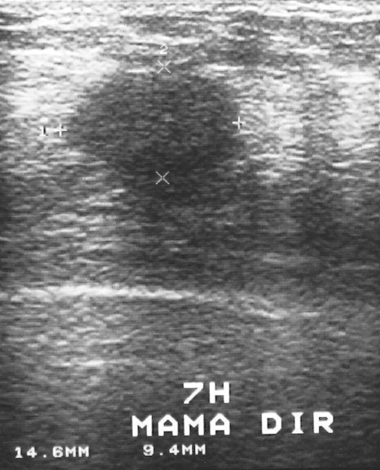
Breast sonogram.
BI-RADS assessment: 4.
Biopsy showed invasive ductal carcinoma, a malignant finding.